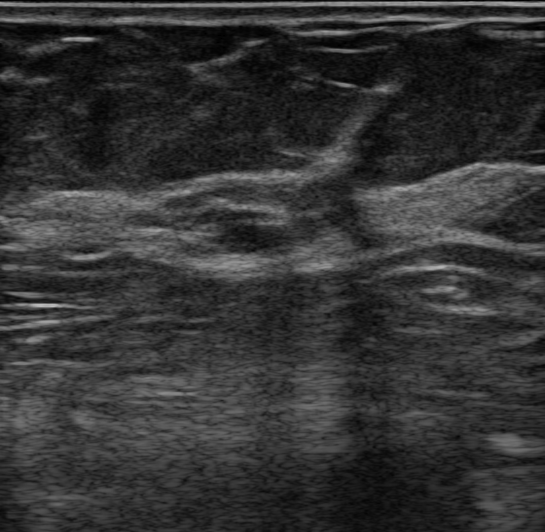
Imaging: breast ultrasound.
The breast lesion is located within the bounding box 204 205 293 254. BI-RADS 4A.